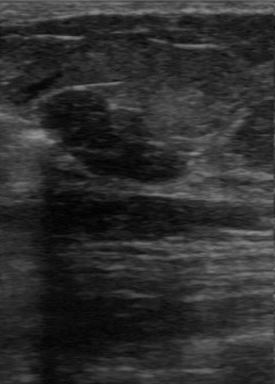
Modality: breast ultrasound image.
The lesion is benign on biopsy or follow-up.